Acquired on GE Logiq 7 @10-14MHz. Modality: breast ultrasound.
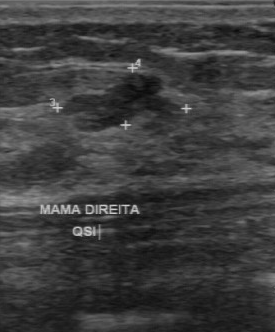
(coordinates in a 275x332 pixel frame) Segment the lesion: bounding box (66, 74) to (167, 132).